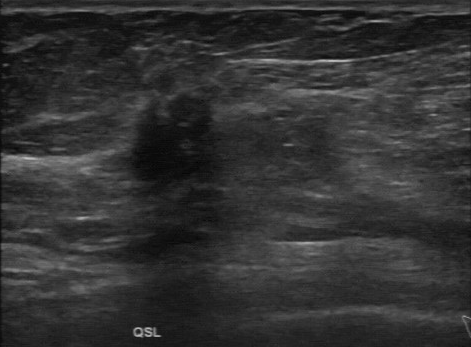
Imaging: B-mode breast ultrasound.
This B-mode breast ultrasound shows a breast lesion with BI-RADS: 4, biopsy or follow-up result: malignant.